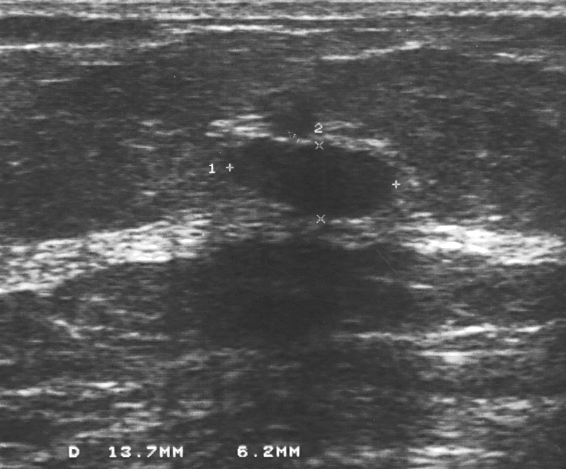
Modality: B-mode breast ultrasound.
Outcome on biopsy or follow-up: benign. (BI-RADS category 2.)